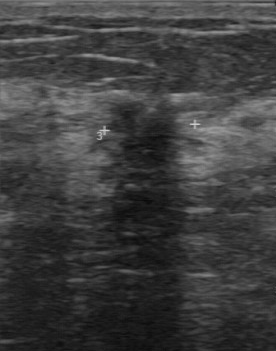
B-mode breast ultrasound.
BI-RADS on independent re-read: 4C. Confirmed outcome (biopsy or follow-up) is malignant. The BI-RADS (first reader) is 4.